Modality: breast ultrasound.
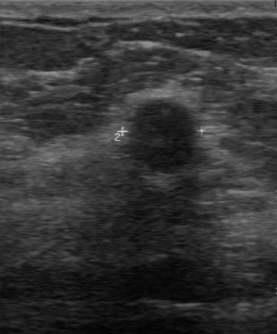
Contour: partially regular. Boundary: somewhat unclear. Calcifications: suspected. Internal echoes: heterogeneous. Outcome on biopsy or follow-up: benign.